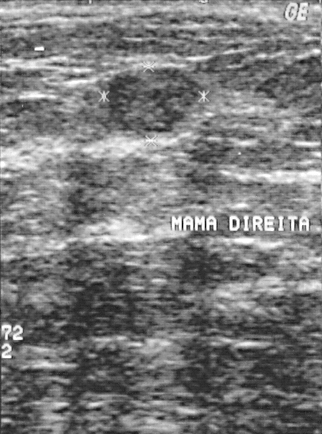
Modality: breast ultrasound.
Biopsy or follow-up result: benign.
The biopsy result was fibroadenoma; the finding is benign.
BI-RADS category 2.